Modality: breast ultrasound image.
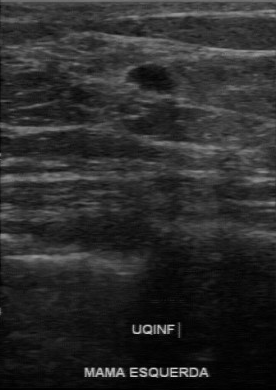
The original reader assigned BI-RADS 4. The following findings are from a second reader, independent of the original assessment. Margin: partially regular. Its boundary is clear. The finding is hypoechoic. No calcifications are seen. Histopathology: intraductal papilloma (benign).